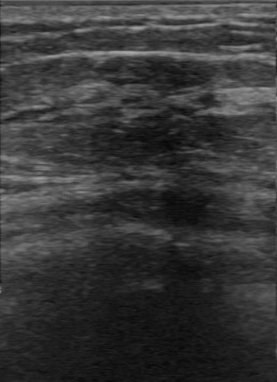
Modality: breast ultrasound image.
Biopsy or follow-up result: benign. (BI-RADS category 3.)